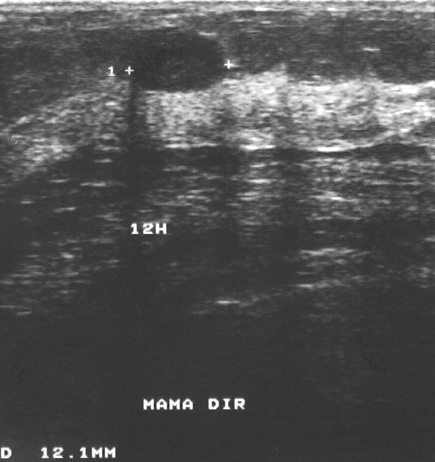
Modality: B-mode breast ultrasound.
Biopsy or follow-up result: benign. Histopathology: fibroadenoma (benign). BI-RADS assessment: 2.